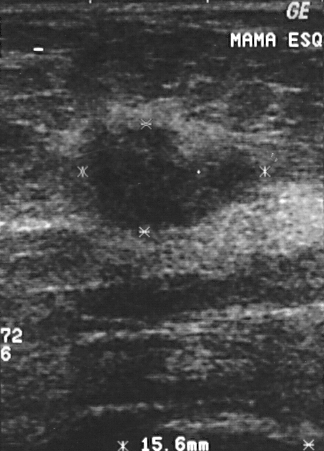
Modality: breast ultrasound image.
Breast lesion: malignant on biopsy or follow-up. (BI-RADS category 4.)